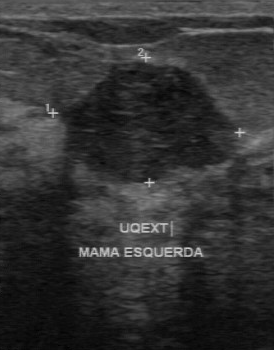
B-mode breast ultrasound.
- lesion boundary: somewhat unclear
- echogenicity: hypoechoic
- calcifications: none
- margin: regular